Breast ultrasound image. Acquired on GE Logiq 5 @10-12MHz.
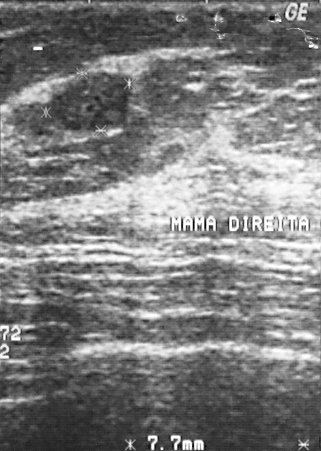
A breast lesion is present on this breast ultrasound image. BI-RADS category 2. Pathology confirmed benign fibroadenoma.